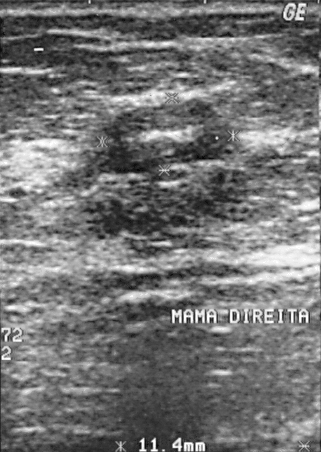
Acquired on GE Logiq 5 @10-12MHz. Breast US.
The lesion is benign on biopsy or follow-up. BI-RADS 2.